Breast ultrasound image.
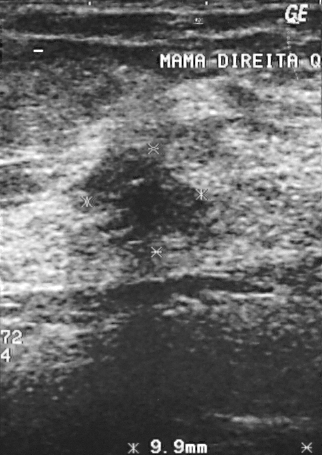
Biopsy or follow-up result: malignant. (BI-RADS category 5.)